Breast ultrasound image.
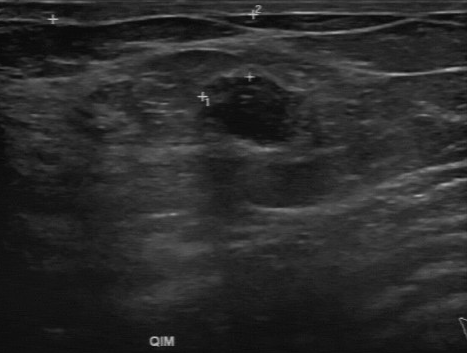
Lesion characteristics:
- BI-RADS (first reader): 2
- BI-RADS on independent re-read: 3
- calcifications: absent